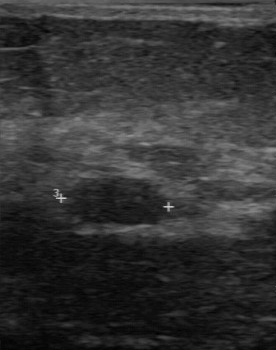
Scanner: GE Logiq 7 @10-14MHz. Breast ultrasound.
BI-RADS 3 in the original read. On a second, independent read, a breast lesion with a partially regular margin and a fairly clear boundary is seen; it is hypoechoic. No calcifications are seen. The biopsy result was fibroadenoma; the breast lesion is benign.